Acquired on GE Logiq 5 @10-12MHz. Imaging: breast ultrasound scan.
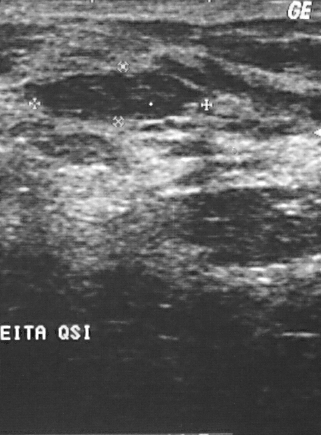
Pixel coordinates (x1, y1, x2, y2): Breast lesion bounding box: 38 72 186 120. The breast lesion is benign on biopsy or follow-up.